Acquired on U-Systems @10-14MHz. Imaging: breast sonogram.
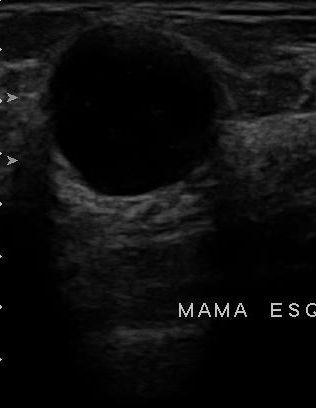
A breast lesion is seen with outcome on biopsy or follow-up: benign, regular contour, calcifications: none, hypoechoic echo pattern, somewhat unclear lesion boundary.